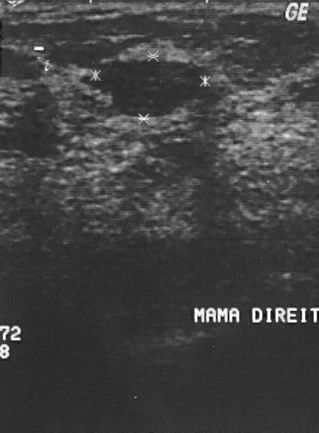
Scanner: GE Logiq 5 @10-12MHz. Imaging: breast sonogram.
A mass is seen with BI-RADS assessment: 2, biopsy or follow-up result: benign.